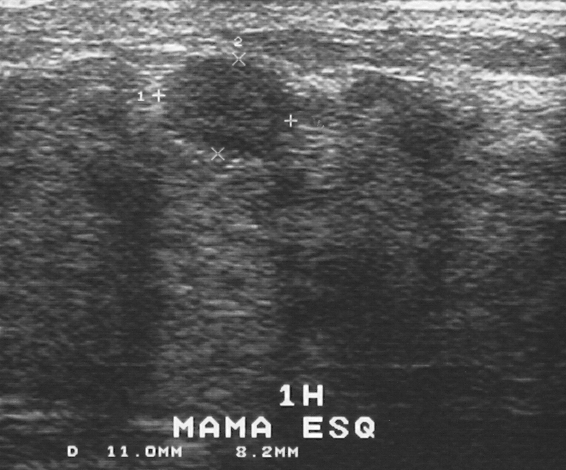
Modality: B-mode breast ultrasound.
The mass is benign on biopsy or follow-up. BI-RADS 2.